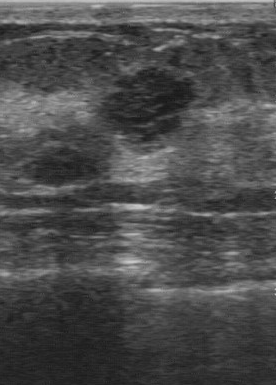
Modality: breast sonogram.
FINDINGS: Boundary: somewhat unclear. BI-RADS (first reader): 4. Pathology: fibroadenoma. BI-RADS (second read): 4A. Outcome on biopsy or follow-up: benign.
OUTCOME ON BIOPSY OR FOLLOW-UP: benign.